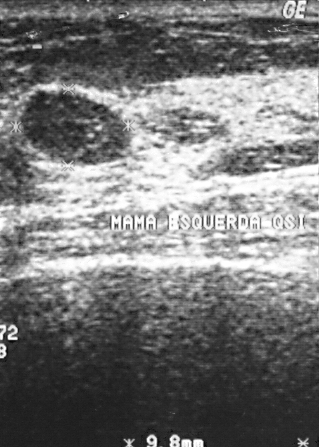
Imaging: breast ultrasound scan. Acquired on GE Logiq 5 @10-12MHz.
Mass: benign on biopsy or follow-up. (BI-RADS category 2.)